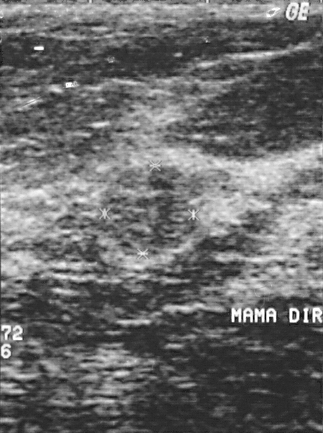
Imaging: breast sonogram.
A breast lesion is present on this breast sonogram. Assessment: BI-RADS 2. Histopathology: fibroadenoma (benign).